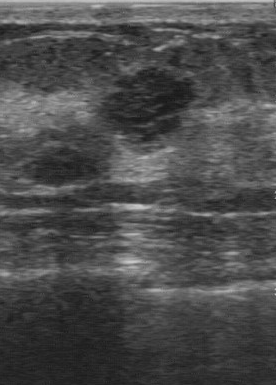
Breast US.
BI-RADS 4 in the original read; on a second read the margin is partially regular, the boundary somewhat unclear and the mass hypoechoic. Calcifications: none. The biopsy result was fibroadenoma; the mass is benign.